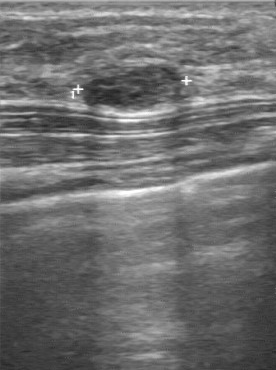
Modality: B-mode breast ultrasound.
The breast lesion was categorized BI-RADS 3 in the original read. Findings on the second read (an independent reader): a hypoechoic breast lesion, margin regular, boundary clear. Calcifications: none. Histopathology: fibroadenoma (benign).